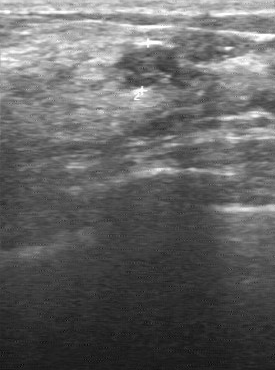
Imaging: B-mode breast ultrasound.
FINDINGS: Lesion margin: regular. BI-RADS on independent re-read: 3. Confirmed outcome (biopsy or follow-up): benign. Lesion boundary: clear. BI-RADS (first reader): 3. Echo pattern: hypoechoic. Calcifications: absent.